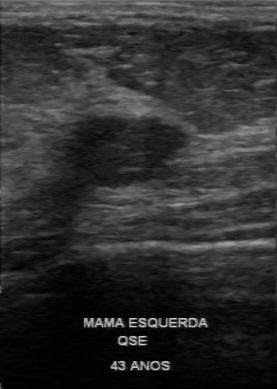
Breast ultrasound.
Lesion margin: regular. Calcifications: absent. Lesion boundary: clear. Echogenicity: hypoechoic. Biopsy or follow-up result: benign.
OUTCOME ON BIOPSY OR FOLLOW-UP: benign.